Breast ultrasound scan.
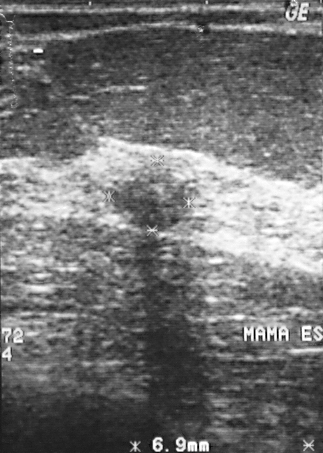
Coordinates are pixels in the 323x453 image. Lesion region of interest: (102,158)-(199,234).